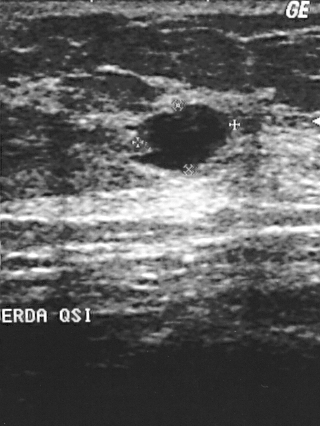
Imaging: breast US.
(coordinates in a 320x426 pixel frame) The mass is located within the bounding box [139, 106, 229, 164].